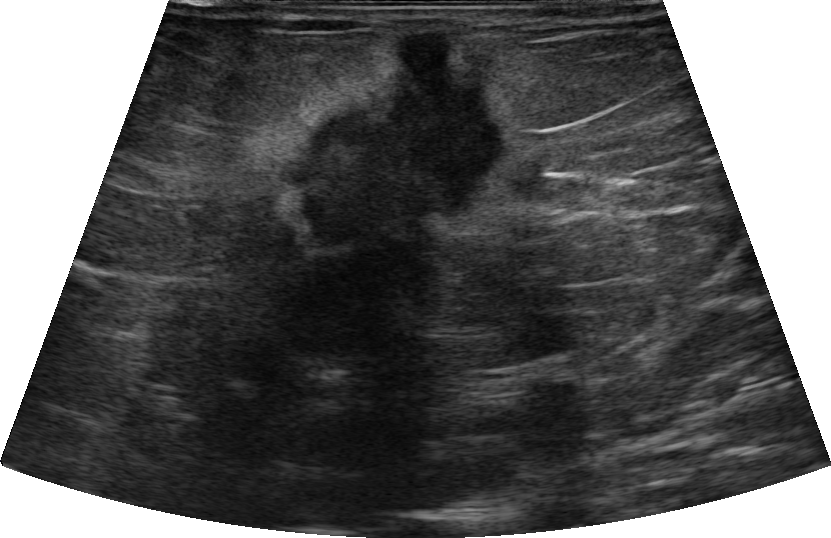
53-year-old patient. Imaging: breast sonogram.
Pixel coordinates (x1, y1, x2, y2): The breast lesion occupies approximately 270 30 517 261. BI-RADS 5.